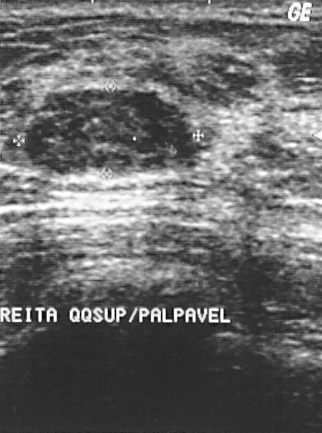
Breast ultrasound. Acquired on GE Logiq 5 @10-12MHz.
Breast lesion: benign on biopsy or follow-up.